Imaging: breast ultrasound image.
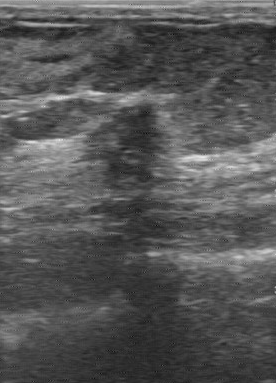
Outcome on biopsy or follow-up: malignant. (BI-RADS category 5.)